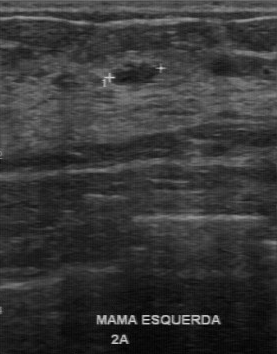
Imaging: breast sonogram.
A breast lesion is seen with calcifications: absent, regular margin, clear lesion boundary, hypoechoic internal echoes.